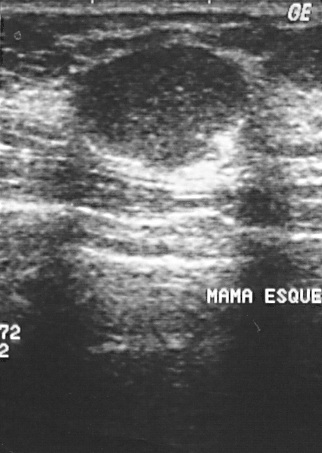
Imaging: breast US.
This breast US shows a breast lesion. BI-RADS category 2. Pathology confirmed malignant invasive ductal carcinoma.